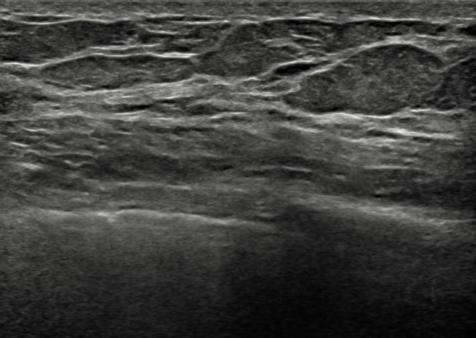
Imaging: B-mode breast ultrasound.
Finding: no focal lesion. (BI-RADS category 1.)